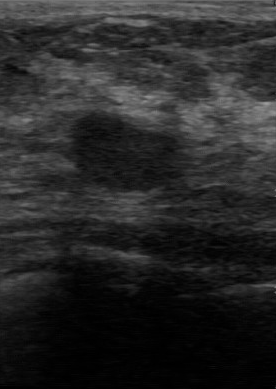
Modality: breast ultrasound scan.
This breast ultrasound scan shows a breast lesion with original BI-RADS: 3, clear lesion boundary, BI-RADS on independent re-read: 3, calcifications: none, hypoechoic echo pattern, regular margin.